Modality: breast sonogram. Scanner: GE Logiq 5 @10-12MHz.
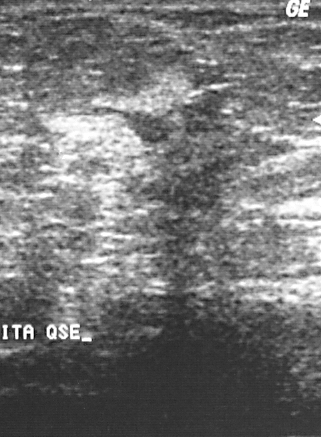
A finding is seen. Assessment: BI-RADS 4. Pathology confirmed malignant invasive ductal carcinoma.